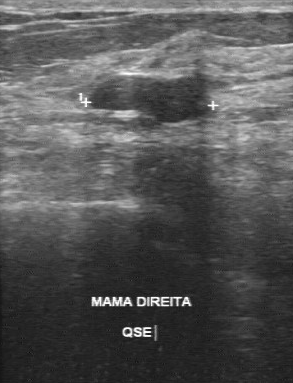
Modality: breast ultrasound.
No calcifications are seen. The pathology is fibroadenoma. The confirmed outcome (biopsy or follow-up) is benign. The contour is regular. Internal echoes are hypoechoic. The boundary is clear.